Breast ultrasound scan.
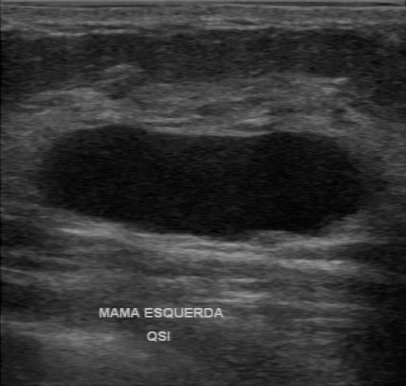
FINDINGS: Breast ultrasound scan. Biopsy result: cyst. BI-RADS category: 2.
OUTCOME ON BIOPSY OR FOLLOW-UP: benign.